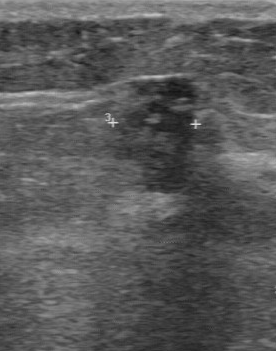
Acquired on GE Logiq 7 @10-14MHz. Modality: breast ultrasound scan.
The breast lesion was assessed as BI-RADS 4 by the original reader. A second reader, independent of the original assessment, describes a hypoechoic breast lesion with an irregular margin; the boundary is somewhat unclear. The biopsy result was fibroadenoma; the breast lesion is benign.